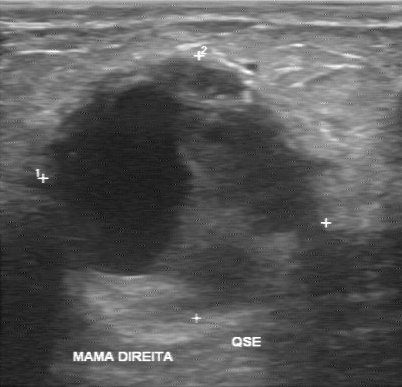
Imaging: breast sonogram.
The lesion is malignant on biopsy or follow-up.